Modality: breast US.
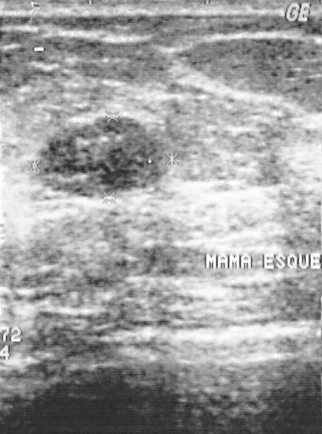
BI-RADS is 2. The histopathology is fibroadenoma. The biopsy or follow-up result is benign.